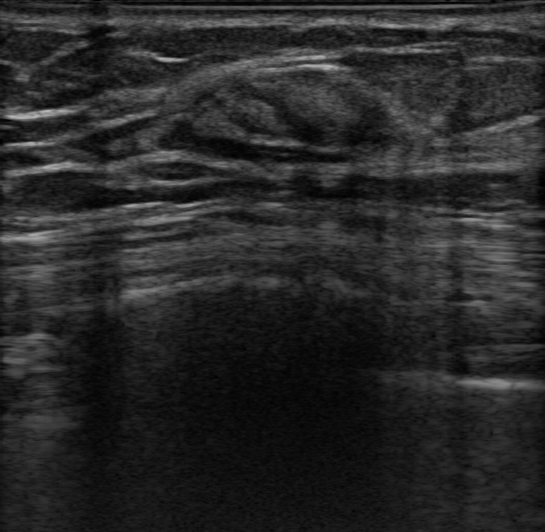
Background echotexture is heterogeneous: predominantly fibroglandular. Imaging: breast ultrasound.
The differential is Hamartoma. Skin thickening is absent. Posterior features: none. Lesion margin is circumscribed. Echogenic halo: absent. The biopsy or follow-up result is benign. BI-RADS assessment: 4A.